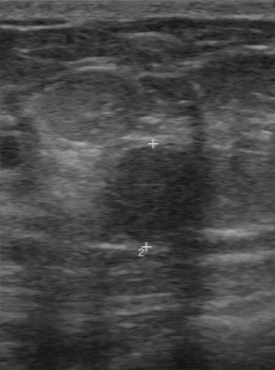
Modality: breast ultrasound.
Original-read BI-RADS category: 3. A second, independent read describes the finding as follows. The finding has a regular margin. Its boundary is clear. Echo pattern: hypoechoic. Calcifications: none. Biopsy showed fibroadenoma, a benign finding.